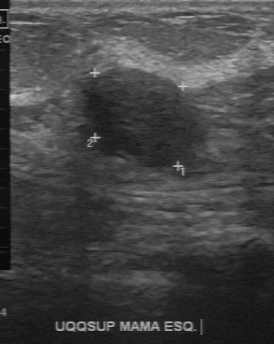
Acquired on GE Logiq 7 @10-14MHz. Modality: breast ultrasound image.
Original-read BI-RADS category: 4. Descriptors from an independent second read (not the reader who assigned the category): The margin is regular. Its boundary is clear. Echo pattern: slightly hypoechoic. No calcifications are seen. The biopsy result was fibroadenoma; the mass is benign.